B-mode breast ultrasound.
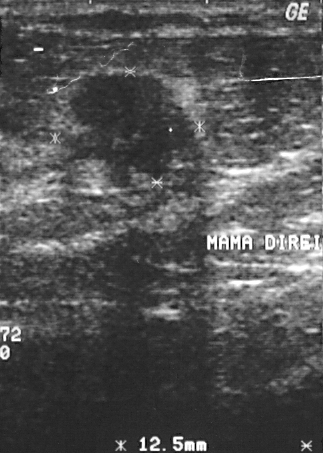
Outcome on biopsy or follow-up: malignant. Biopsy showed invasive ductal carcinoma, a malignant finding. Assigned BI-RADS 4.